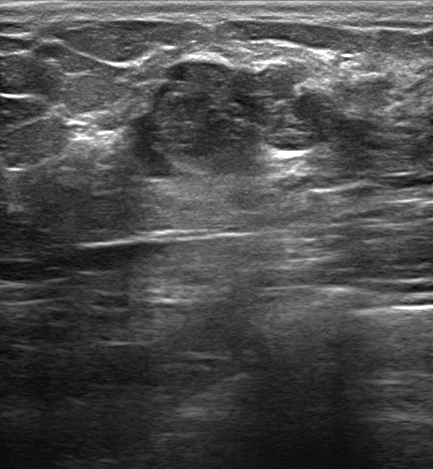
Age 21. Modality: breast US.
Lesion margin: not circumscribed - indistinct. BI-RADS category: 4A. There are no calcifications. Posterior features: enhancement. Biopsy result is Fibroadenoma. Differential is Suspicion of malignancy; Fibroadenoma; Intraductal papilloma. There is no echogenic halo. Lesion shape: irregular.